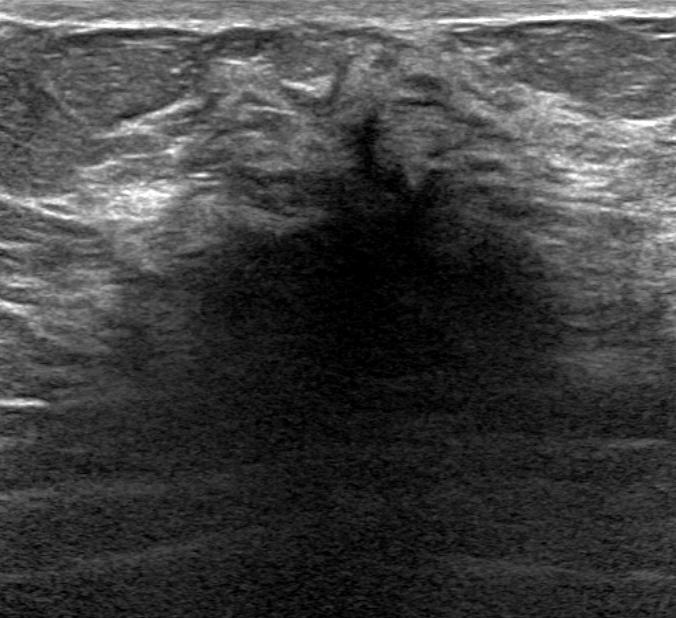
Imaging: breast sonogram.
Calcifications: none. Biopsy result: Invasive lobular carcinoma. The BI-RADS assessment is 4C. The skin thickening is present. Echogenic halo: present. Posterior acoustic features: shadowing. Margin: not circumscribed - spiculated and indistinct. The echotexture is hypoechoic.